Modality: B-mode breast ultrasound.
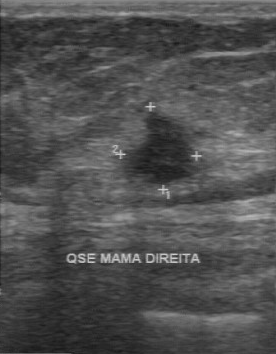
The mass is located within the bounding box 116 111 199 184. The mass is malignant on biopsy or follow-up.